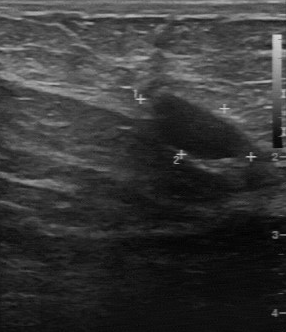
Modality: B-mode breast ultrasound. Scanner: GE Logiq 7 @10-14MHz.
This B-mode breast ultrasound shows a breast lesion with independent BI-RADS assessment: 4A, hypoechoic internal echoes, regular contour, clear boundary, original BI-RADS: 2.